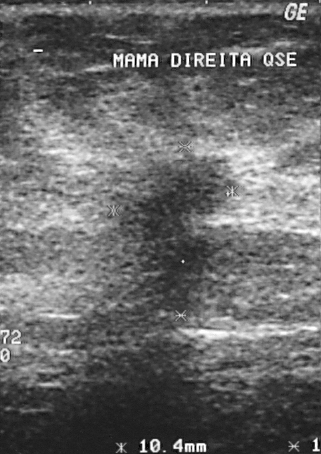
Modality: breast sonogram.
The lesion is located within the bounding box (108,152)-(237,316).